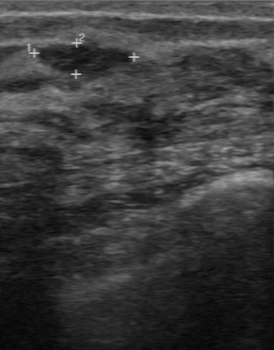
Breast ultrasound image.
The original reader assigned BI-RADS 3.
The following findings are from a second reader, independent of the original assessment.
Internally the finding is hypoechoic.
Boundary: clear.
Calcifications: none.
The finding has a regular margin.
Histopathology: sclerosing adenosis (benign).